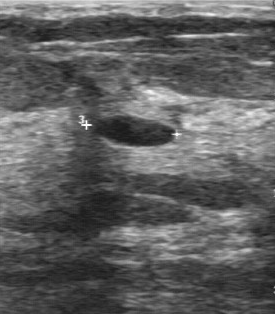
Modality: B-mode breast ultrasound.
The biopsy result is cyst. The BI-RADS assessment is 2. The confirmed outcome (biopsy or follow-up) is benign.